Breast ultrasound scan. Scanner: GE Logiq 5 @10-12MHz.
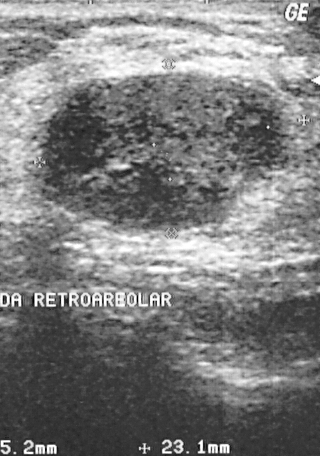
The mass is benign on biopsy or follow-up. BI-RADS category 2. Biopsy showed fibroadenoma, a benign finding.